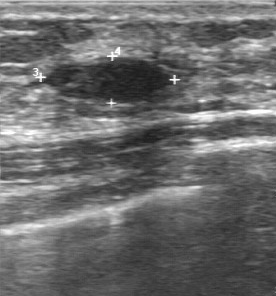
Modality: B-mode breast ultrasound.
Outcome on biopsy or follow-up: benign. (BI-RADS category 3.)